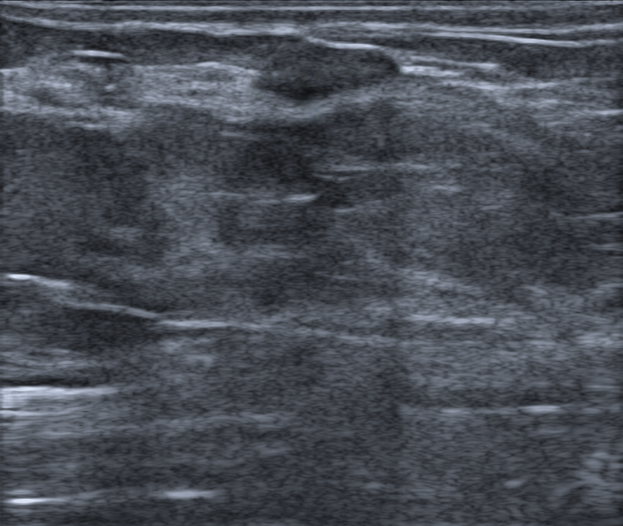
Breast sonogram.
The lesion is oval in shape. The margin is circumscribed. Echogenicity: hypoechoic. No posterior acoustic features are seen. No echogenic halo is seen. There are no calcifications. Skin thickening: none. BI-RADS category 3. Outcome on biopsy or follow-up: benign.